Imaging: breast sonogram. Acquired on GE Logiq 5 @10-12MHz.
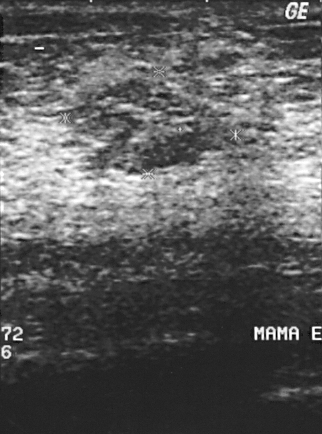
Biopsy or follow-up result: benign.